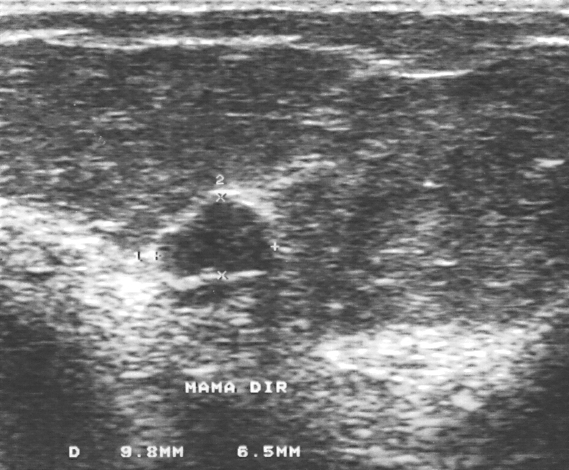
Modality: breast sonogram. Acquired on GE Logiq 5 @10-12MHz.
Biopsy or follow-up result: benign. BI-RADS 3.